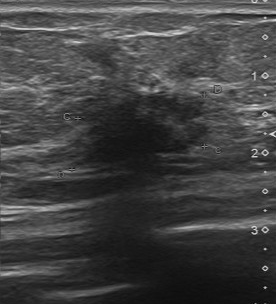
Scanner: Toshiba Aplio 300 @12-14 MHz. Modality: breast ultrasound image.
The lesion was assessed as BI-RADS 5 by the original reader. On a second read by an independent reader: Calcifications: none. Echo pattern: hypoechoic. Boundary: unclear. The margin is irregular. The biopsy result was invasive ductal carcinoma; the lesion is malignant.